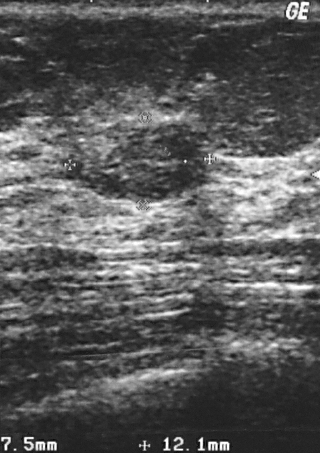
Modality: breast ultrasound image.
The lesion is benign on biopsy or follow-up.